B-mode breast ultrasound.
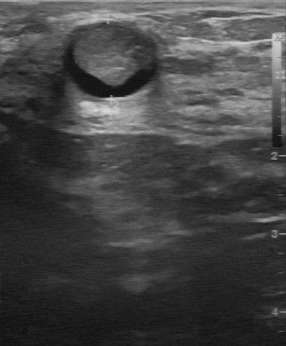
BI-RADS (first reader): 4. Calcifications: none. Biopsy or follow-up result: benign. Independent BI-RADS assessment: 4A.
OUTCOME ON BIOPSY OR FOLLOW-UP: benign.